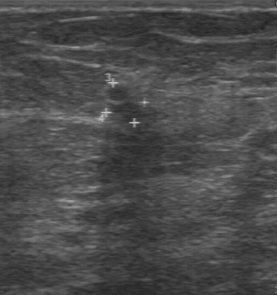
Breast sonogram.
The breast lesion demonstrates outcome on biopsy or follow-up: malignant, BI-RADS (second read): 3, somewhat unclear boundary.